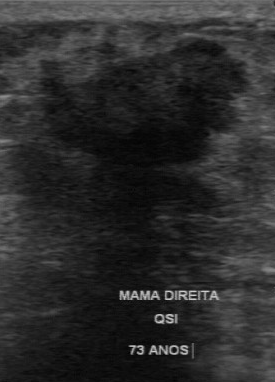
Imaging: breast US.
The lesion was categorized BI-RADS 4 in the original read. Descriptors from an independent second read (not the reader who assigned the category): There are no calcifications. The lesion boundary is unclear. Margin: irregular. The lesion is hypoechoic. Histopathology: invasive ductal carcinoma (malignant).